Acquired on GE Logiq 7 @10-14MHz. Modality: breast sonogram.
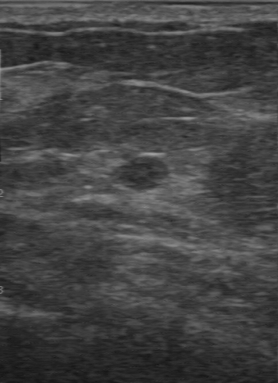
Mass: malignant on biopsy or follow-up.